Imaging: breast ultrasound image.
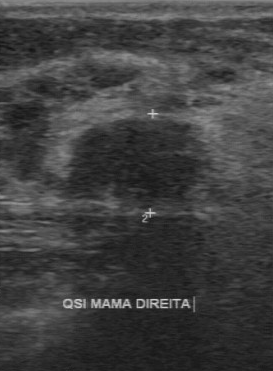
Finding: breast lesion, benign on biopsy or follow-up. BI-RADS 4.